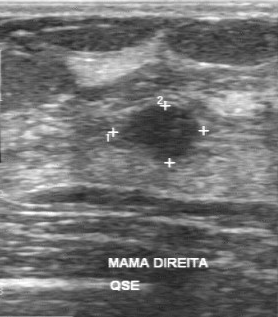
Imaging: breast ultrasound image.
BI-RADS 2 in the original read. Findings on the second read (an independent reader): a hypoechoic lesion, margin regular, boundary clear. Calcifications: none. Histopathology: fibroadenoma (benign).